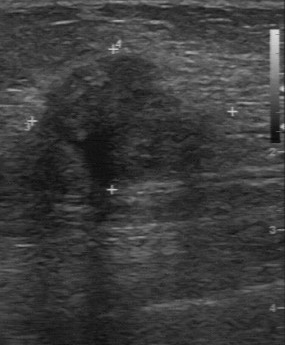
Imaging: breast sonogram.
Biopsy or follow-up result: malignant. (BI-RADS category 5.)